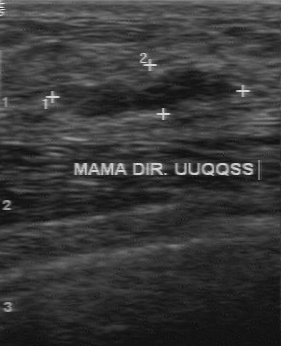
Modality: B-mode breast ultrasound.
The original reader assigned BI-RADS 3. A second reader, independent of the original assessment, describes a hypoechoic mass with a regular margin; the boundary is clear. The biopsy result was fibroadenoma; the mass is benign.